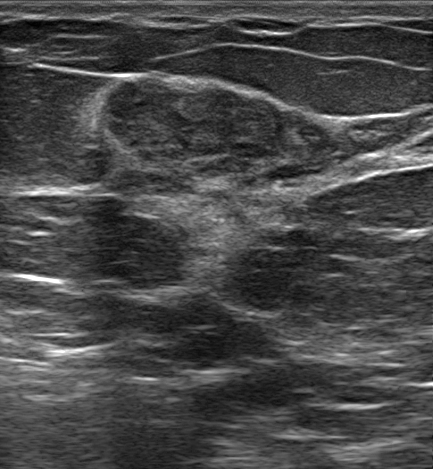
Patient age: 35. Breast sonogram.
Findings: an irregular mass of isoechoic echotexture with non-circumscribed (indistinct) margins. Posterior features: combined. There are no calcifications. No echogenic halo is seen. BI-RADS 4A; outcome on biopsy or follow-up: benign. Histopathology: Fibroadenoma.